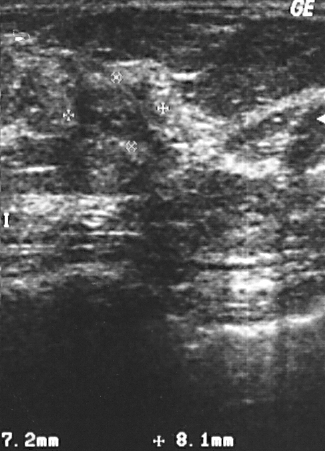
Breast US.
Pathology confirmed invasive ductal carcinoma. Assigned BI-RADS 4. Outcome on biopsy or follow-up: malignant.